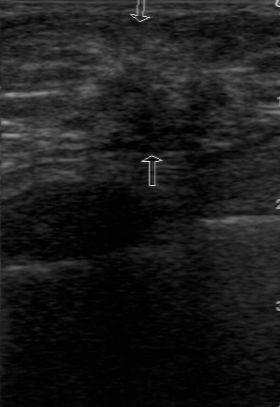
Modality: breast sonogram. Scanner: GE Logiq 7 @10-14MHz.
The mass is malignant on biopsy or follow-up.